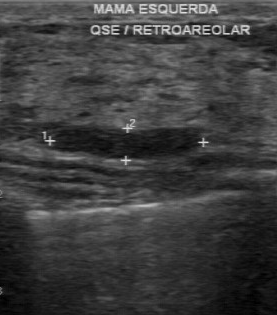
Modality: breast ultrasound.
BI-RADS 2 in the original read; on a second read the margin is regular, the boundary clear and the breast lesion hypoechoic. Biopsy showed intraductal papilloma, a benign finding.